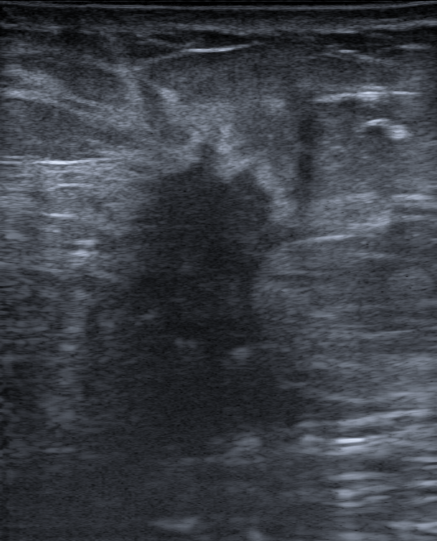
Breast ultrasound image.
This breast ultrasound image shows a breast lesion with posterior acoustic features: shadowing, echogenic halo: present, differential: Suspicion of malignancy, skin thickening: absent, verification: confirmed by biopsy, calcifications: none, BI-RADS: 5.